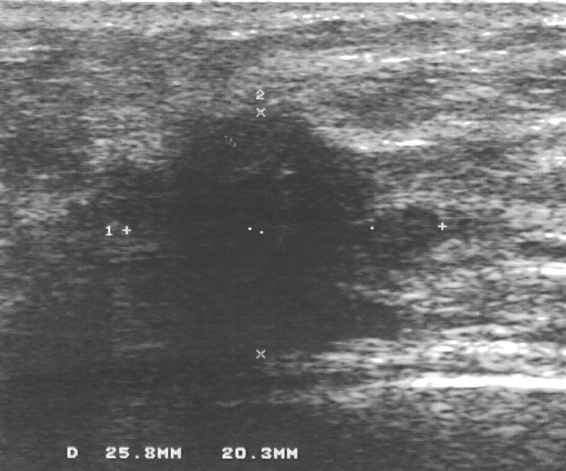
Acquired on GE Logiq 5 @10-12MHz. Breast sonogram.
(coordinates in a 566x471 pixel frame) The mass is located within the bounding box [104, 107, 442, 375]. The mass is malignant on biopsy or follow-up. BI-RADS 4.